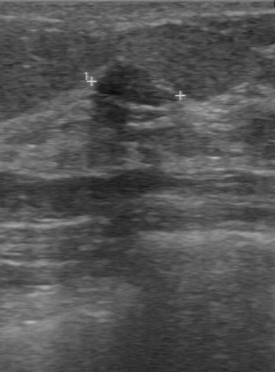
Breast ultrasound image. Scanner: GE Logiq 7 @10-14MHz.
The breast lesion was assessed as BI-RADS 3 by the original reader. A second reader, independent of the original assessment, describes a hypoechoic breast lesion with a regular margin; the boundary is clear. Histopathology: fibroadenoma (benign).